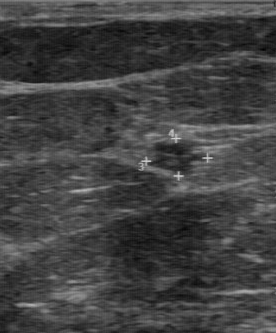
Modality: breast ultrasound scan.
BI-RADS 4 in the original read; on a second read the margin is partially regular, the boundary somewhat unclear and the breast lesion slightly hypoechoic. Calcifications: none. Pathology confirmed benign intraductal papilloma.